Scanner: GE Logiq 7 @10-14MHz. Imaging: breast sonogram.
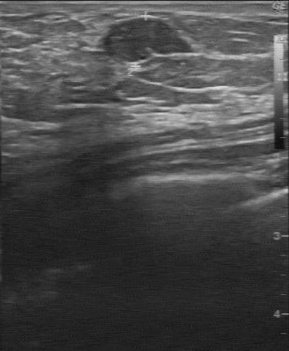
Coordinates are pixels in the 289x351 image. The finding occupies approximately [105, 19, 190, 61]. The finding is benign on biopsy or follow-up. BI-RADS 3.